Modality: breast sonogram.
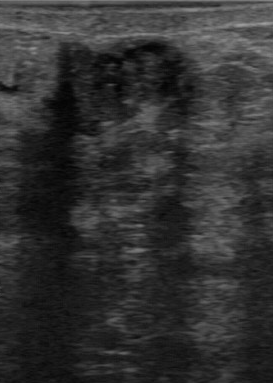
Pathology: invasive ductal carcinoma. BI-RADS: 4.
OUTCOME ON BIOPSY OR FOLLOW-UP: malignant.